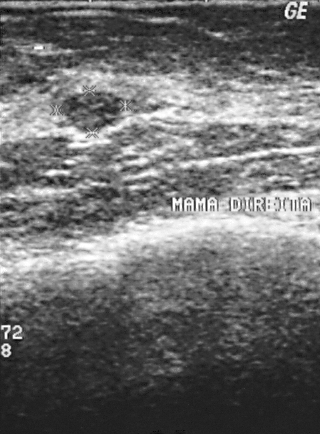
Imaging: breast ultrasound.
A mass is seen. BI-RADS category 2. The biopsy result was cyst; the mass is benign.